Imaging: breast ultrasound scan.
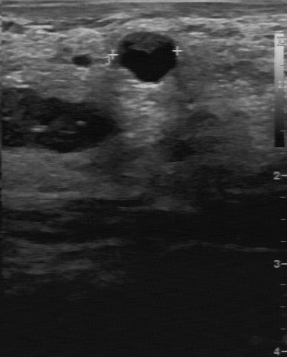
BI-RADS category: 2. Pathology is cyst. The outcome on biopsy or follow-up is benign.